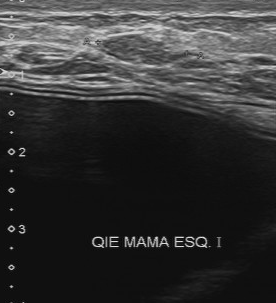
Breast ultrasound.
Internal echoes are slightly hypoechoic. Lesion boundary is fairly clear. The contour is regular. There are no calcifications. The outcome on biopsy or follow-up is benign.